Imaging: breast US.
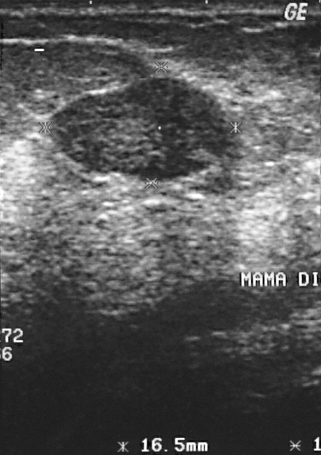
The finding is benign on biopsy or follow-up. BI-RADS 2.